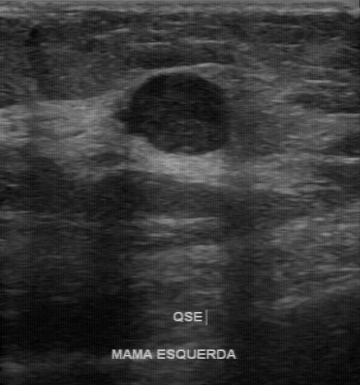
Breast ultrasound image.
Original-read BI-RADS category: 4. A second reader, independent of the original assessment, describes a hypoechoic breast lesion with a partially regular margin; the boundary is clear. Biopsy showed papillary carcinoma, a malignant finding.